Acquired on GE Logiq 7 @10-14MHz. Imaging: breast sonogram.
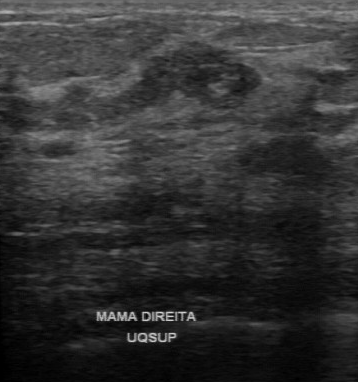
A finding is seen with histopathology: invasive ductal carcinoma, BI-RADS category: 4.